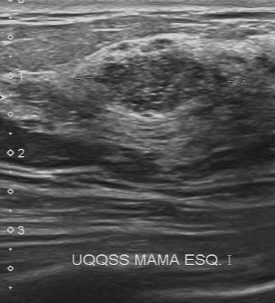
Breast ultrasound scan.
The finding demonstrates partially regular contour, independent BI-RADS assessment: 4B, histopathology: fibroadenoma, heterogeneous echo pattern, somewhat unclear boundary.